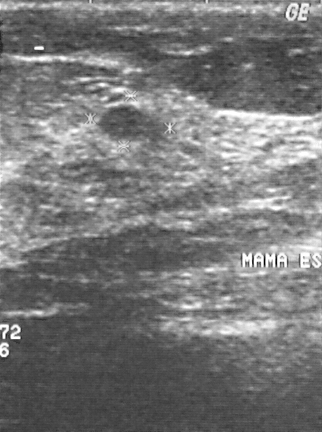
Scanner: GE Logiq 5 @10-12MHz. Breast ultrasound image.
Assigned BI-RADS 2.
Outcome on biopsy or follow-up: benign.
Biopsy showed fibroadenoma, a benign finding.